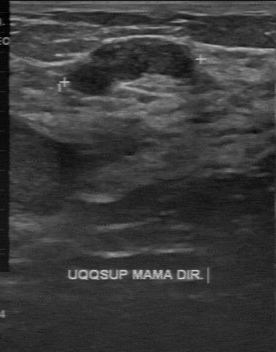
Imaging: breast US.
The lesion was categorized BI-RADS 3 in the original read. On a second, independent read, a lesion with a partially regular margin and a fairly clear boundary is seen; it is hypoechoic. Histopathology: fibroadenoma (benign).